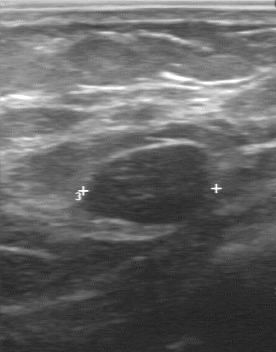
Imaging: B-mode breast ultrasound.
BI-RADS assessment is 3. Confirmed outcome (biopsy or follow-up): benign.